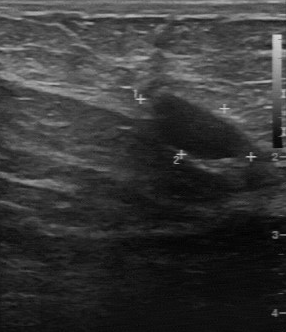
Scanner: GE Logiq 7 @10-14MHz. Modality: breast ultrasound.
Pixel coordinates (x1, y1, x2, y2): Lesion bounding box: top-left (155, 93), bottom-right (248, 159). The lesion is benign on biopsy or follow-up.